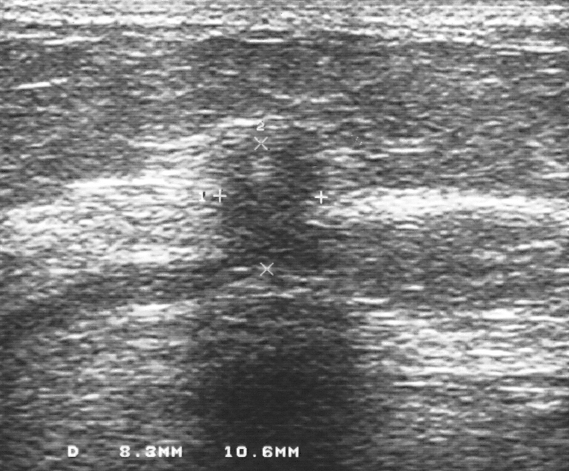
Breast ultrasound.
A mass is seen. Assessment: BI-RADS 4. Pathology confirmed malignant invasive ductal carcinoma.